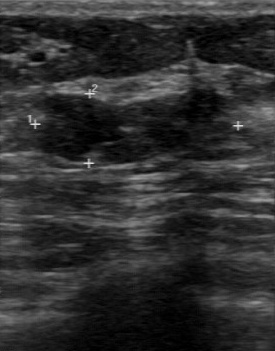
Modality: breast ultrasound image.
The mass was categorized BI-RADS 4 in the original read. A second reader, independent of the original assessment, describes a hypoechoic mass with a regular margin; the boundary is fairly clear. The biopsy result was fibroadenoma; the mass is benign.